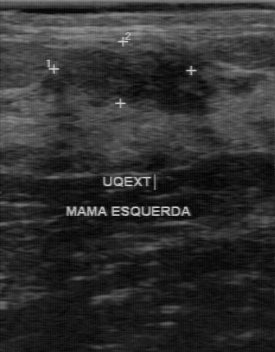
Modality: breast ultrasound.
Original-read BI-RADS category: 2. Descriptors from an independent second read (not the reader who assigned the category): The margin is regular. Its boundary is fairly clear. Internally the mass is hypoechoic. There are no calcifications. Biopsy showed fibroadenoma, a benign finding.